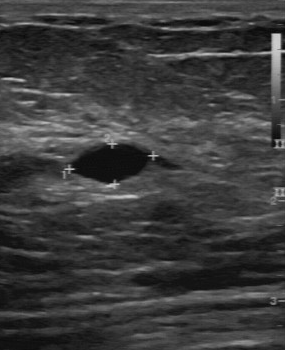
Modality: B-mode breast ultrasound. Acquired on GE Logiq 7 @10-14MHz.
(coordinates in a 285x350 pixel frame) Lesion region of interest: 73 145 146 183. BI-RADS 2.